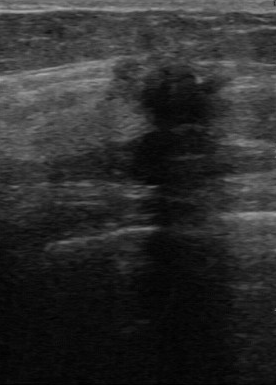
Breast sonogram.
A lesion is seen with outcome on biopsy or follow-up: malignant, BI-RADS assessment: 4.